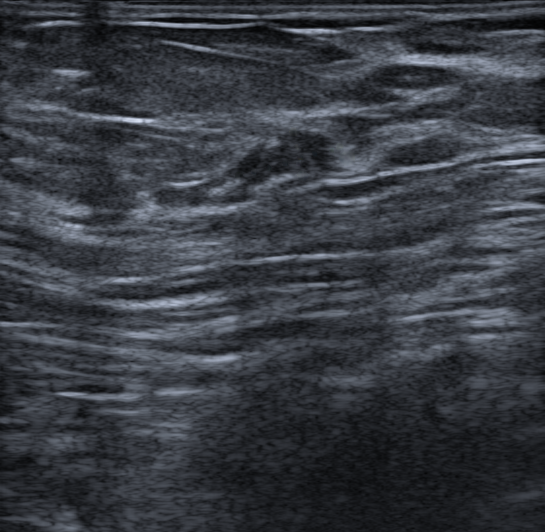
Background echotexture is homogeneous: fat. Modality: breast sonogram. Age 85.
This breast sonogram shows a mass, benign on biopsy or follow-up. BI-RADS 2.